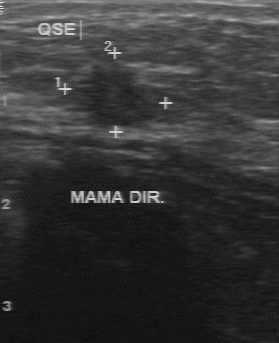
Modality: B-mode breast ultrasound.
- BI-RADS category: 4